Breast US. Age 66.
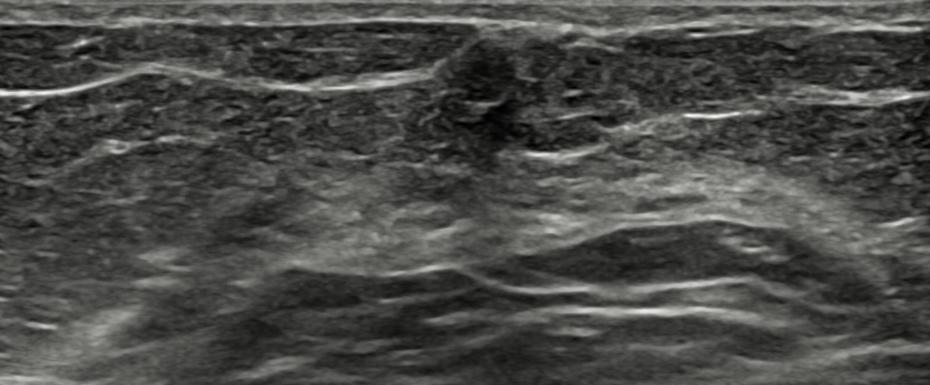
Pixel coordinates (x1, y1, x2, y2): The breast lesion occupies approximately top-left (448, 40), bottom-right (516, 111). The breast lesion is benign on biopsy or follow-up.